Breast ultrasound.
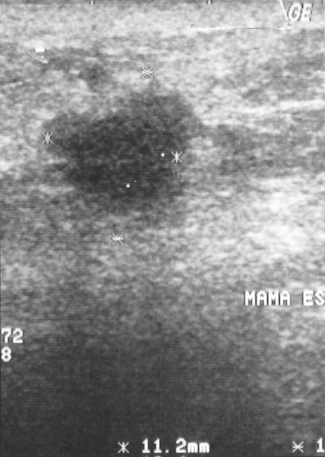
The finding is malignant on biopsy or follow-up.